Modality: breast US. Acquired on GE Logiq 7 @10-14MHz.
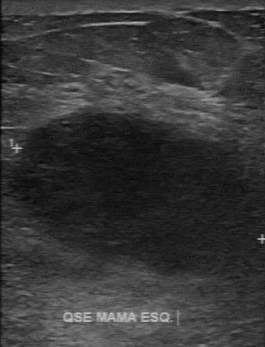
Breast US findings:
- confirmed outcome (biopsy or follow-up): malignant
- BI-RADS assessment: 4
- histopathology: invasive ductal carcinoma